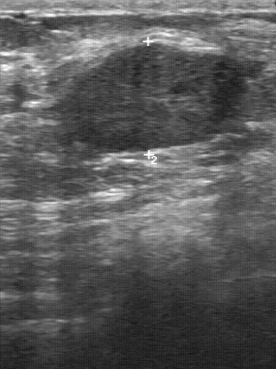
Modality: B-mode breast ultrasound.
The breast lesion was categorized BI-RADS 3 in the original read. Findings on the second read (an independent reader): a slightly hypoechoic breast lesion, margin regular, boundary fairly clear. There are no calcifications. Biopsy showed fibroadenoma, a benign finding.